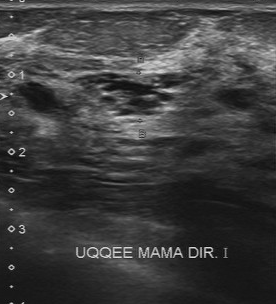
Modality: breast ultrasound scan.
(coordinates in a 276x304 pixel frame) The breast lesion occupies approximately 71 72 199 118. BI-RADS 4.